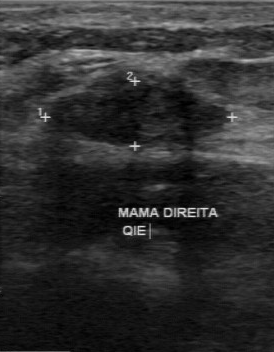
Breast US.
Coordinates are pixels in the 274x352 image. The lesion occupies approximately top-left (51, 71), bottom-right (227, 147). The lesion is benign on biopsy or follow-up.